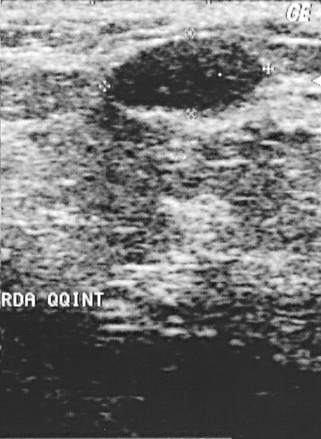
Imaging: B-mode breast ultrasound.
Pixel coordinates (x1, y1, x2, y2): Lesion region of interest: (110,38)-(265,111). The finding is benign on biopsy or follow-up. BI-RADS 2.